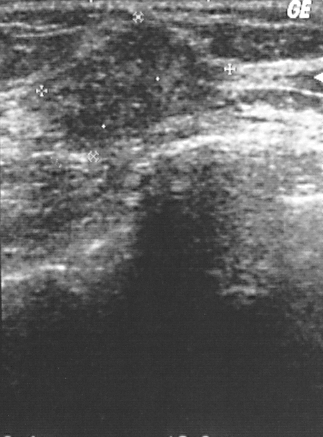
Breast ultrasound scan.
Coordinates are pixels in the 323x437 image. The lesion occupies approximately (41,21)-(221,154). The lesion is malignant on biopsy or follow-up.